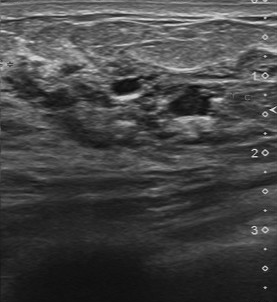
B-mode breast ultrasound. Acquired on Toshiba Aplio 300 @12-14 MHz.
Pixel coordinates (x1, y1, x2, y2): Finding bounding box: top-left (7, 54), bottom-right (226, 148). The finding is benign on biopsy or follow-up. BI-RADS 5.